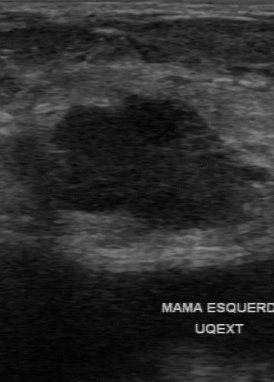
Modality: breast ultrasound image.
Calcifications are absent. Echogenicity is hypoechoic. The biopsy or follow-up result is malignant. Lesion margin: partially regular. Boundary is somewhat unclear.